Imaging: breast ultrasound image.
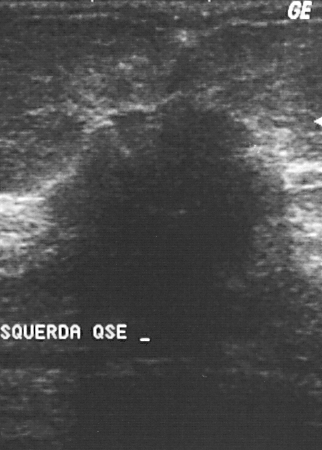
A lesion is present on this breast ultrasound image. BI-RADS category 5. Pathology confirmed malignant invasive ductal carcinoma.